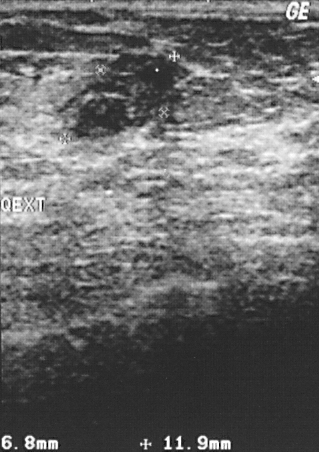
Breast sonogram.
Pathology confirmed fibroadenoma. Assigned BI-RADS 3. This lesion proved benign on biopsy or follow-up.